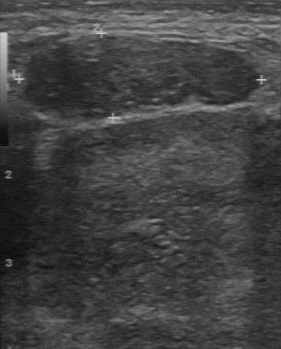
Imaging: breast ultrasound.
The lesion was categorized BI-RADS 4 in the original read. On a second, independent read, a lesion with a regular margin and a clear boundary is seen; it is slightly hypoechoic. Calcifications: none. Pathology confirmed malignant lymphoma.